Modality: breast ultrasound image.
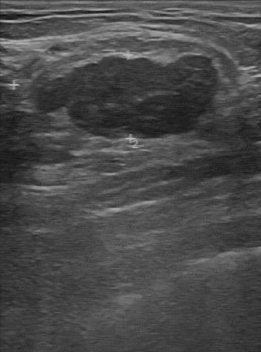
(coordinates in a 261x352 pixel frame) Finding bounding box: 37 55 218 140.